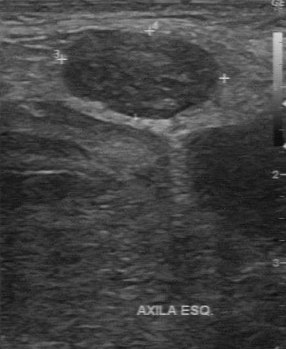
B-mode breast ultrasound.
Outcome on biopsy or follow-up: malignant. BI-RADS 4.